Breast sonogram.
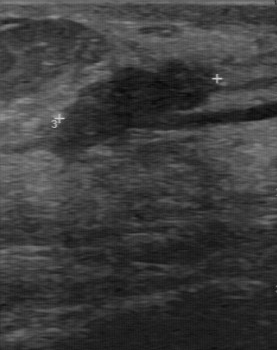
Lesion characteristics:
- original BI-RADS: 4
- biopsy or follow-up result: benign
- BI-RADS (second read): 3
- histopathology: fibroadenoma
- echogenicity: hypoechoic